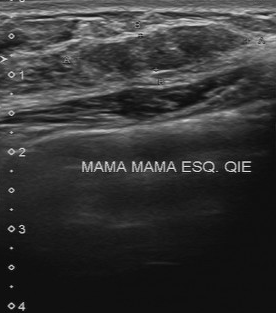
Imaging: breast sonogram.
Coordinates are pixels in the 276x313 image. The lesion is located within the bounding box [70, 23, 249, 79]. The lesion is benign on biopsy or follow-up.